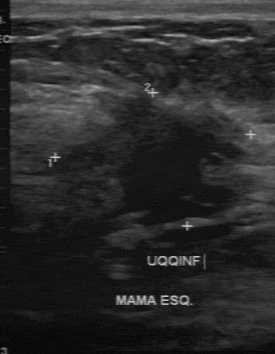
Modality: breast sonogram.
This breast sonogram shows a finding with calcifications: none, outcome on biopsy or follow-up: malignant, irregular lesion margin, unclear lesion boundary, hypoechoic echo pattern.